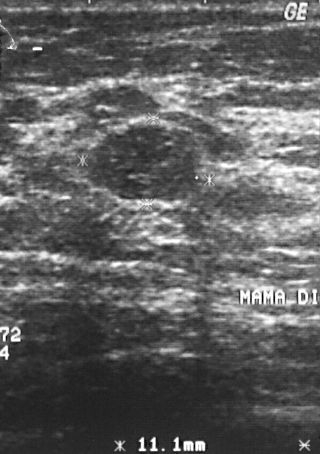
Modality: breast ultrasound scan.
Biopsy or follow-up result: benign. BI-RADS 2.